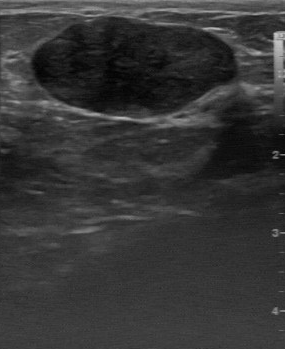
Modality: B-mode breast ultrasound.
The breast lesion was assessed as BI-RADS 2 by the original reader. Findings on the second read (an independent reader): a hypoechoic breast lesion, margin regular, boundary clear. Histopathology: fibroadenoma (benign).